Imaging: breast US.
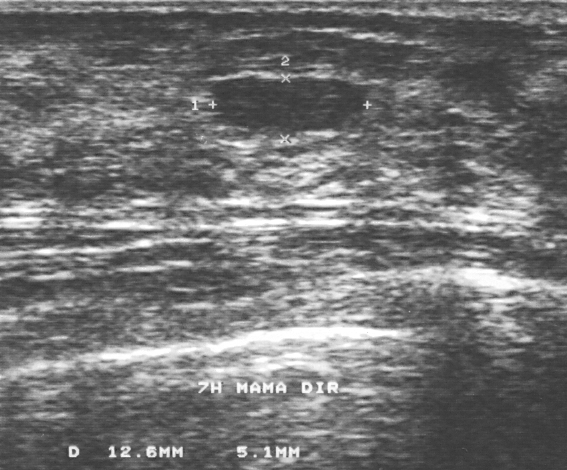
The breast lesion is benign on biopsy or follow-up. (BI-RADS category 3.)